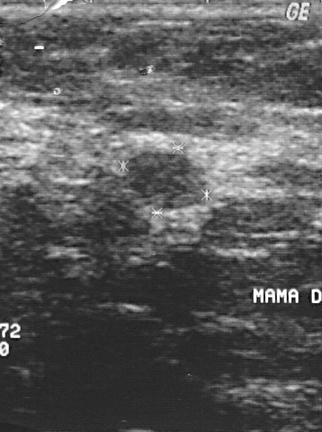
Imaging: breast ultrasound scan.
Segment the finding: bounding box (126, 151) to (207, 208).